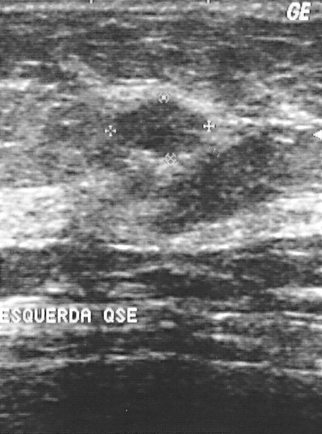
Breast sonogram.
Finding: mass, benign on biopsy or follow-up.